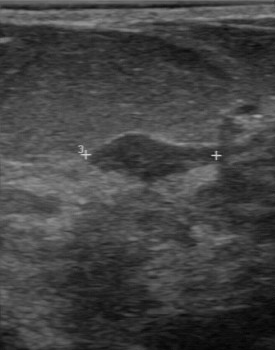
Breast ultrasound scan.
BI-RADS 3 in the original read; on a second read the margin is regular, the boundary clear and the lesion hypoechoic. Calcifications: none. The biopsy result was fibroadenoma; the lesion is benign.